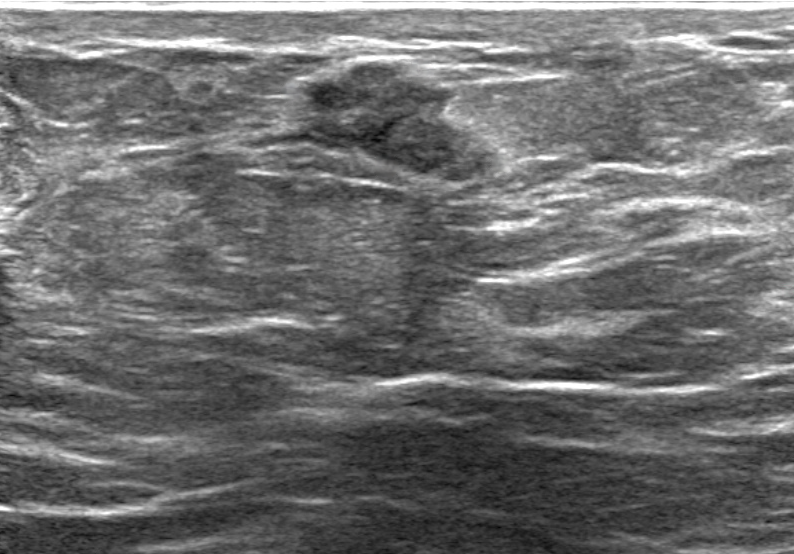
Breast ultrasound scan.
Coordinates are pixels in the 794x554 image. Lesion region of interest: 302 51 509 189.